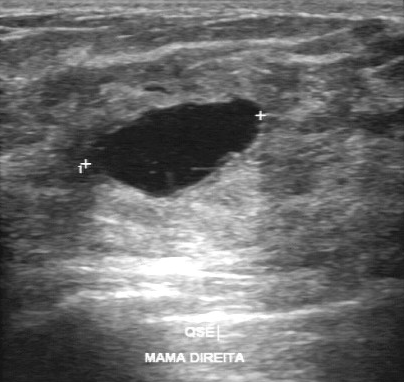
Breast sonogram.
This breast sonogram shows a mass, benign on biopsy or follow-up.